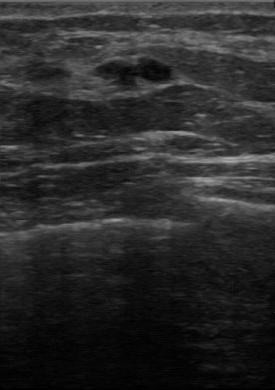
Imaging: B-mode breast ultrasound.
The breast lesion was assessed as BI-RADS 4 by the original reader. A second, independent read describes the breast lesion as follows. Margin: partially regular. The lesion boundary is fairly clear. Internally the breast lesion is hypoechoic. Calcifications: none. Biopsy showed intraductal papilloma, a benign finding.